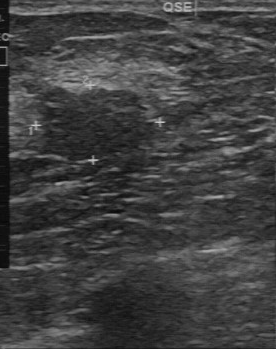
Breast sonogram.
Outcome on biopsy or follow-up: benign.